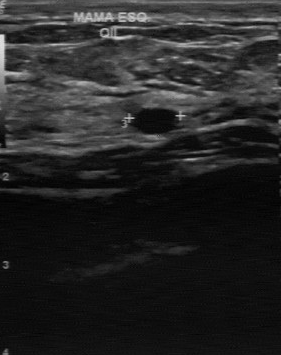
Imaging: breast ultrasound image.
The original reader assigned BI-RADS 2.
On a second read by an independent reader:
The lesion has a regular margin.
The lesion boundary is clear.
Calcifications: none.
Echo pattern: hypoechoic.
Histopathology: cyst (benign).